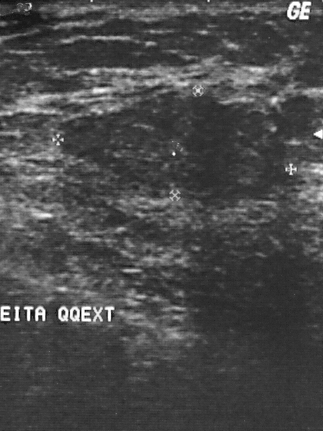
Modality: B-mode breast ultrasound.
Lesion region of interest: (56,90)-(291,211). The breast lesion is benign on biopsy or follow-up.